Breast US.
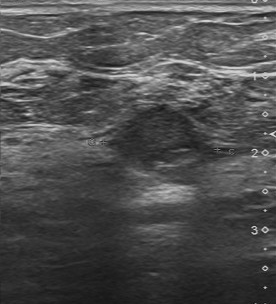
BI-RADS 4 in the original read; on a second read the margin is partially regular, the boundary fairly clear and the finding slightly hypoechoic. Calcifications: none. Pathology confirmed benign hyperplasia.